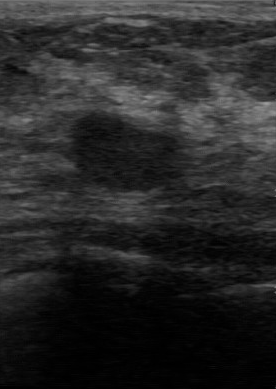
Scanner: GE Logiq 7 @10-14MHz. Imaging: breast sonogram.
Lesion characteristics:
- echo pattern: hypoechoic
- calcifications: none
- lesion boundary: clear
- lesion margin: regular
- confirmed outcome (biopsy or follow-up): benign